Modality: breast ultrasound.
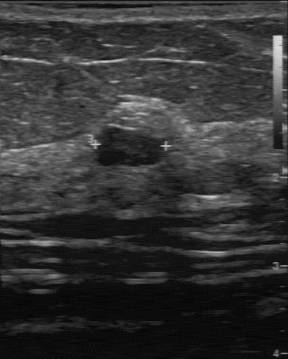
BI-RADS 4 in the original read. On a second read by an independent reader: The margin is regular. Boundary: clear. Echo pattern: hypoechoic. Calcifications: none. Histopathology: fibroadenoma (benign).